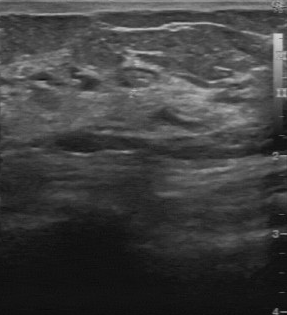
Modality: breast US.
Pixel coordinates (x1, y1, x2, y2): Finding bounding box: (115,66)-(157,87).